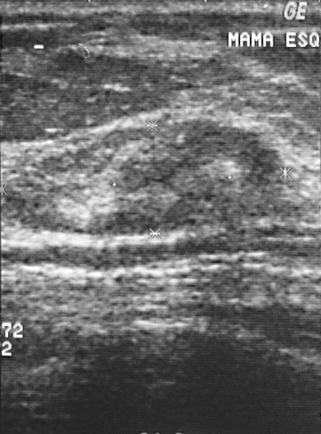
Breast ultrasound image.
Biopsy or follow-up result: benign.